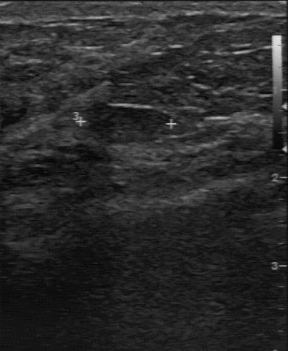
Acquired on GE Logiq 7 @10-14MHz. Breast US.
The finding demonstrates slightly hypoechoic echo pattern, calcifications: absent, regular margin, clear boundary.